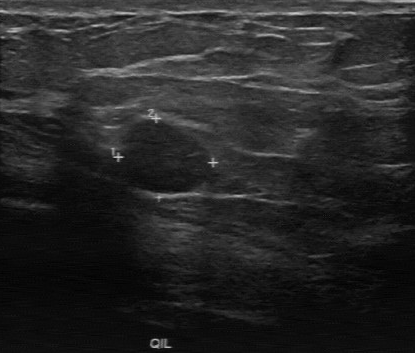
Modality: breast sonogram.
This breast sonogram shows a breast lesion, benign on biopsy or follow-up. BI-RADS 3.